Modality: breast ultrasound.
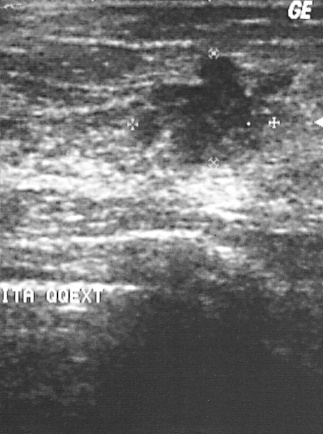
Outcome on biopsy or follow-up: malignant. (BI-RADS category 4.)